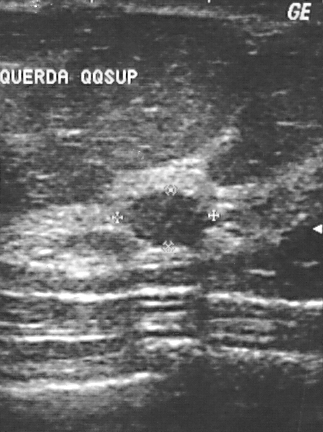
Imaging: breast ultrasound.
Mass bounding box: 121 192 205 246.